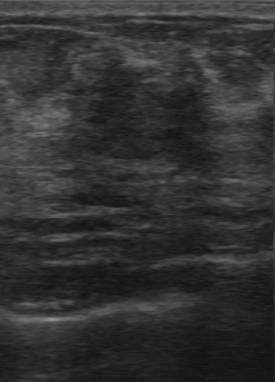
Imaging: breast US.
The mass was categorized BI-RADS 3 in the original read. Findings on the second read (an independent reader): a slightly hypoechoic mass, margin irregular, boundary unclear. No calcifications are seen. Pathology confirmed benign fibrocystic changes.